Modality: breast ultrasound image.
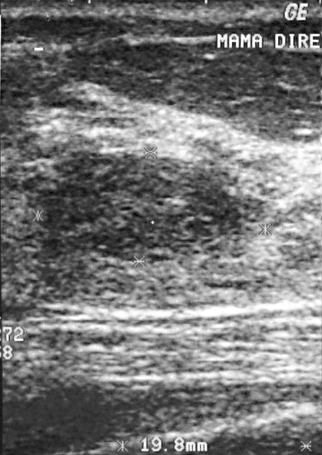
Lesion characteristics:
- outcome on biopsy or follow-up: benign
- BI-RADS category: 2
- histopathology: fibroadenoma